Acquired on GE Logiq 7 @10-14MHz. Modality: breast ultrasound scan.
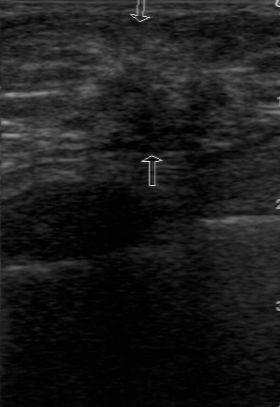
BI-RADS 4 in the original read; on a second read the margin is irregular, the boundary unclear and the mass slightly hypoechoic. There are no calcifications. Pathology confirmed malignant invasive ductal carcinoma.